Acquired on Toshiba Aplio 300 @12-14 MHz. Imaging: B-mode breast ultrasound.
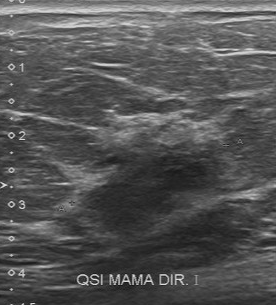
BI-RADS (second read): 4B.